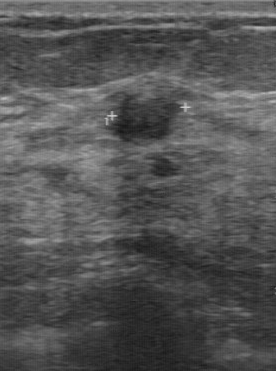
Modality: breast ultrasound image. Scanner: GE Logiq 7 @10-14MHz.
The breast lesion was categorized BI-RADS 4 in the original read. A second reader, independent of the original assessment, describes a hypoechoic breast lesion with a regular margin; the boundary is clear. Pathology confirmed benign fibrocystic changes.